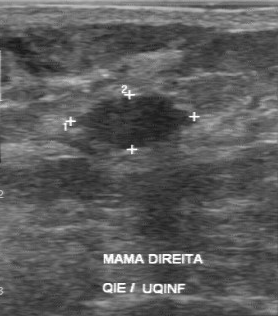
Imaging: B-mode breast ultrasound. Scanner: GE Logiq 7 @10-14MHz.
The original reader assigned BI-RADS 2. A second, independent read describes the mass as follows. Its boundary is clear. There are no calcifications. Internally the mass is hypoechoic. Margin: regular. Histopathology: cyst (benign).